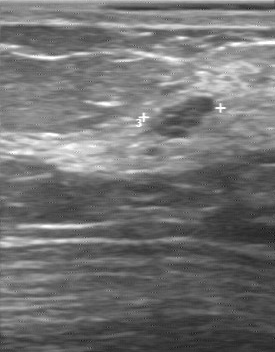
Breast sonogram.
The original reader assigned BI-RADS 3. Descriptors from an independent second read (not the reader who assigned the category): Margin: regular. Boundary: clear. Echo pattern: hypoechoic. There are no calcifications. The biopsy result was cyst; the breast lesion is benign.